Breast sonogram.
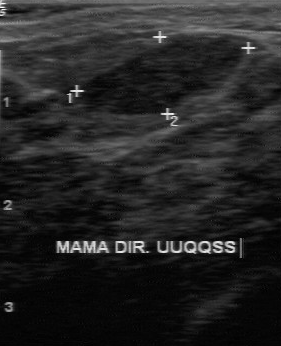
Original-read BI-RADS category: 3. On a second, independent read, a lesion with a regular margin and a clear boundary is seen; it is hypoechoic. No calcifications are seen. Biopsy showed fibroadenoma, a benign finding.